Imaging: breast ultrasound.
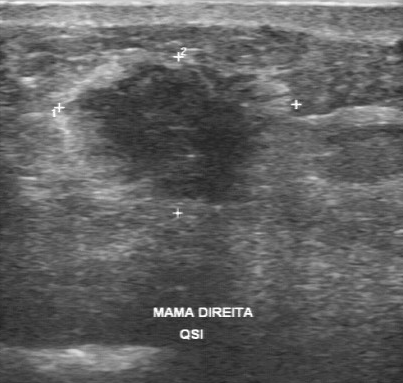
Finding: mass, malignant on biopsy or follow-up. BI-RADS 5.